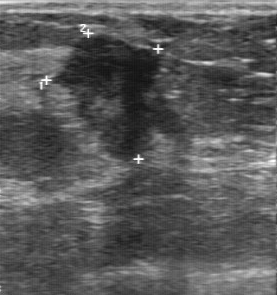
Imaging: breast ultrasound.
(coordinates in a 277x295 pixel frame) The breast lesion is located within the bounding box [51, 35, 185, 161]. The breast lesion is malignant on biopsy or follow-up.